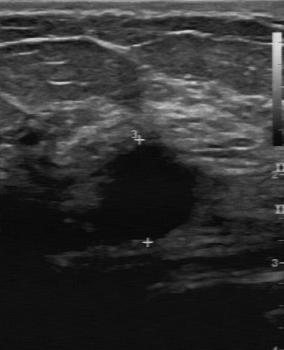
B-mode breast ultrasound.
The second-reader BI-RADS is 4B. Biopsy or follow-up result: malignant.